Imaging: breast ultrasound image.
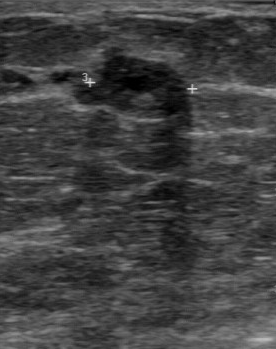
BI-RADS 4 in the original read; on a second read the margin is regular, the boundary clear and the breast lesion hypoechoic. Biopsy showed intraductal papilloma, a benign finding.